Imaging: breast sonogram.
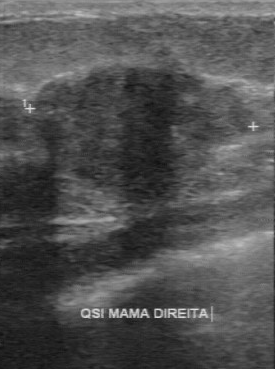
Original-read BI-RADS category: 4. Findings on the second read (an independent reader): a hypoechoic finding, margin partially regular, boundary somewhat unclear. Pathology confirmed malignant invasive ductal carcinoma.